Breast ultrasound scan.
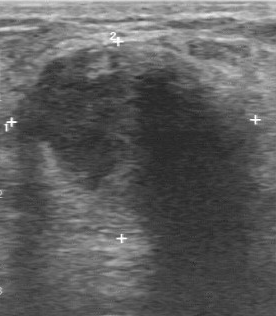
Coordinates are pixels in the 276x316 image. Segment the mass: bounding box top-left (19, 40), bottom-right (244, 203). The mass is benign on biopsy or follow-up. BI-RADS 4.